B-mode breast ultrasound.
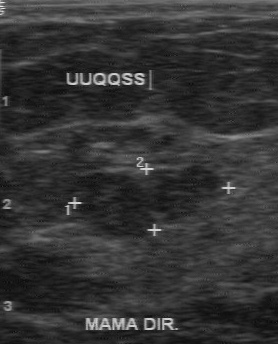
Original-read BI-RADS category: 3. A second, independent read describes the mass as follows. Boundary: clear. Internally the mass is hypoechoic. There are no calcifications. Margin: regular. Histopathology: fibroadenoma (benign).